Imaging: breast ultrasound image. Background tissue composition: heterogeneous: predominantly fibroglandular.
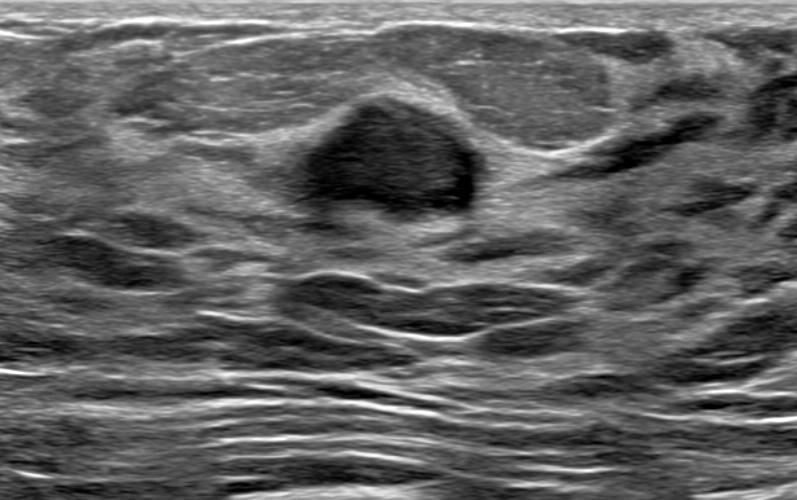
(coordinates in a 797x500 pixel frame) Segment the mass: bounding box 303 93 477 227.